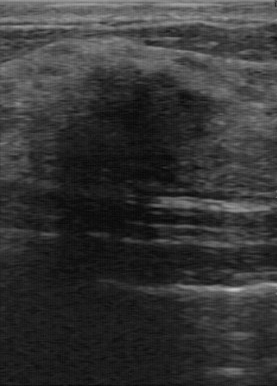
Breast US.
Pixel coordinates (x1, y1, x2, y2): Finding bounding box: top-left (54, 63), bottom-right (195, 181). The finding is benign on biopsy or follow-up.